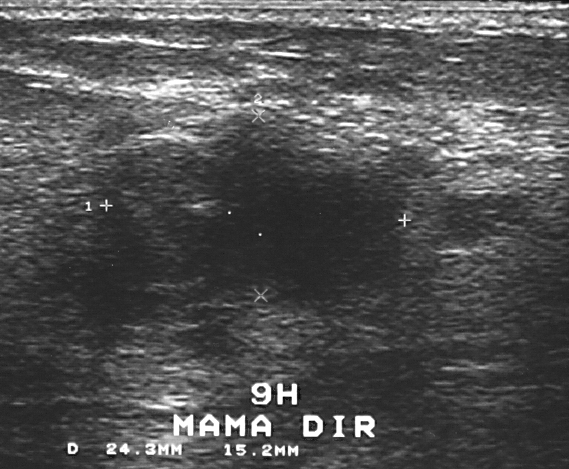
Imaging: B-mode breast ultrasound. Acquired on GE Logiq 5 @10-12MHz.
This B-mode breast ultrasound shows a mass. It was assessed as BI-RADS 4. The biopsy result was fibrocystic changes; the mass is benign.